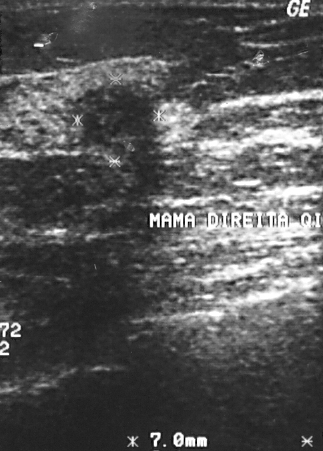
Acquired on GE Logiq 5 @10-12MHz. Breast US.
Assigned BI-RADS 4. Histopathology: invasive ductal carcinoma (malignant). The breast lesion is malignant on biopsy or follow-up.